Breast ultrasound.
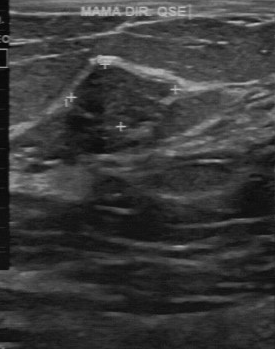
- confirmed outcome (biopsy or follow-up): benign
- BI-RADS category: 3
- pathology: fibroadenoma